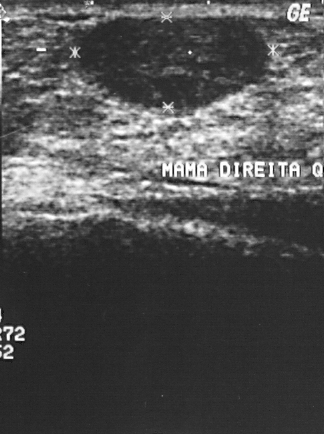
Imaging: breast US.
Pixel coordinates (x1, y1, x2, y2): Segment the finding: bounding box x1=81, y1=18, x2=268, y2=108.